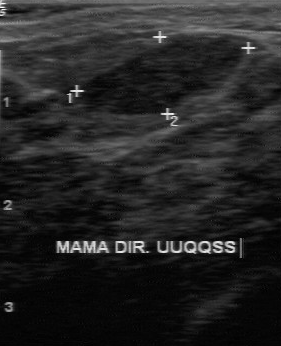
Scanner: GE Logiq 7 @10-14MHz. B-mode breast ultrasound.
Lesion characteristics:
- margin: regular
- boundary: clear
- BI-RADS (first reader): 3
- echogenicity: hypoechoic
- BI-RADS (second read): 3
- confirmed outcome (biopsy or follow-up): benign
- calcifications: absent